Imaging: breast US.
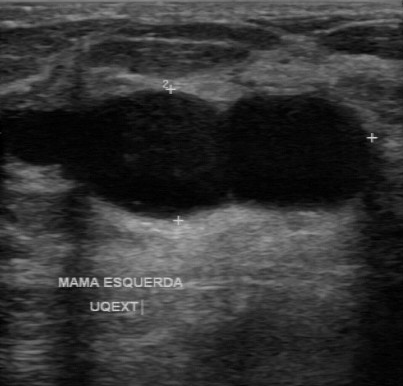
Original-read BI-RADS category: 2. Descriptors from an independent second read (not the reader who assigned the category): Margin: regular. Its boundary is clear. Internally the breast lesion is anechoic. No calcifications are seen. The biopsy result was cyst; the breast lesion is benign.